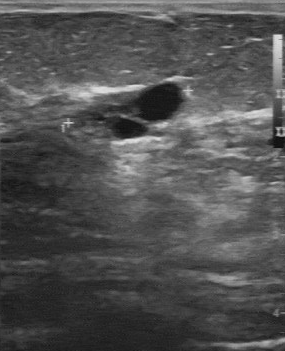
Scanner: GE Logiq 7 @10-14MHz. B-mode breast ultrasound.
Original-read BI-RADS category: 2. A second, independent read describes the finding as follows. Boundary: fairly clear. No calcifications are seen. Margin: partially regular. Echo pattern: anechoic. Biopsy showed sclerosing adenosis, a benign finding.